Modality: breast sonogram.
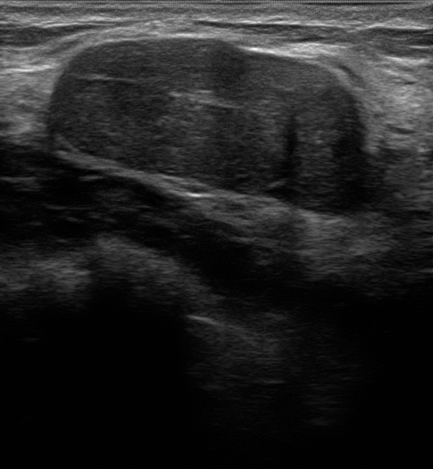
Findings: an oval mass of hypoechoic echotexture with a circumscribed margin. There are no posterior acoustic features. The mass is categorized as BI-RADS 3; on biopsy or follow-up it was benign. Histopathology: Fibroadenoma.